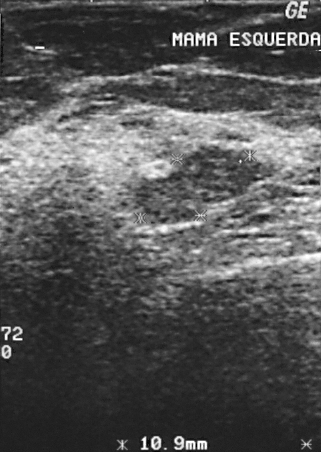
Modality: breast US.
Lesion region of interest: x1=138, y1=145, x2=256, y2=224.